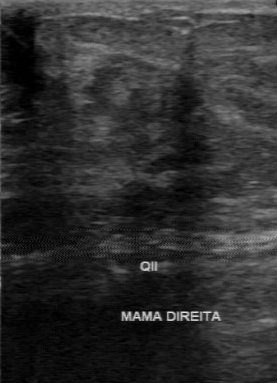
Breast ultrasound scan.
(coordinates in a 277x383 pixel frame) The mass is located within the bounding box 84 54 202 150. The mass is malignant on biopsy or follow-up.